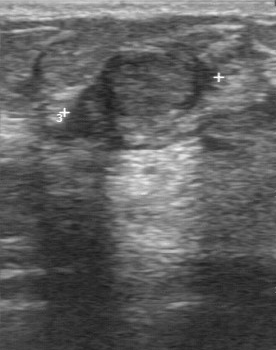
Imaging: breast ultrasound scan.
The lesion was categorized BI-RADS 3 in the original read.
The following findings are from a second reader, independent of the original assessment.
The margin is partially regular.
Its boundary is fairly clear.
Echo pattern: slightly hypoechoic.
There are no calcifications.
The biopsy result was fibroadenoma; the lesion is benign.